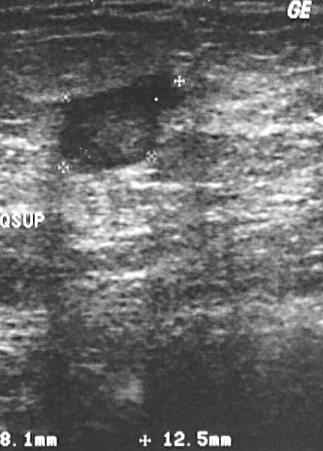
Breast US.
Outcome on biopsy or follow-up: malignant.